Imaging: breast sonogram.
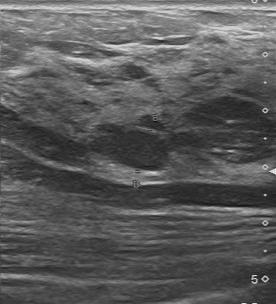
The original reader assigned BI-RADS 3. A second, independent read describes the lesion as follows. Margin: regular. Boundary: clear. Echo pattern: slightly hypoechoic. Calcifications: none. The biopsy result was fibroadenoma; the lesion is benign.